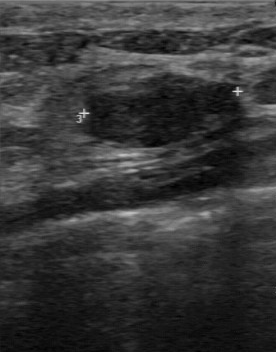
Breast ultrasound scan.
BI-RADS 3 in the original read; on a second read the margin is regular, the boundary clear and the finding hypoechoic. The biopsy result was fibroadenoma; the finding is benign.